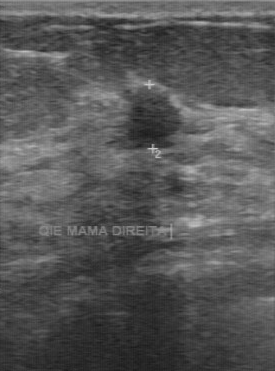
Breast ultrasound image.
The original reader assigned BI-RADS 4. Findings on the second read (an independent reader): a hypoechoic mass, margin regular, boundary somewhat unclear. Biopsy showed fibrocystic changes, a benign finding.